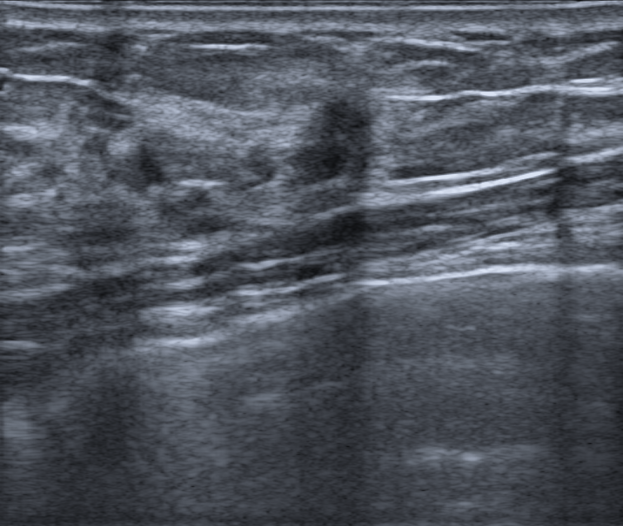
B-mode breast ultrasound. Patient age: 47. Background echotexture is heterogeneous: predominantly fibroglandular.
An irregular, hypoechoic finding with margins that are not circumscribed (indistinct) is seen. There is posterior acoustic shadowing. There is no skin thickening. An echogenic halo is present. BI-RADS assessment: 4C; biopsy or follow-up result: benign. Biopsy result: Fibrosclerosis.